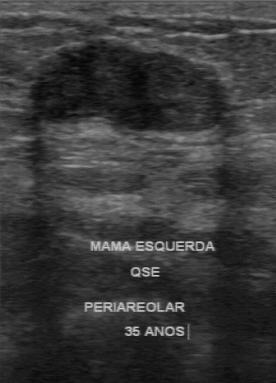
Breast ultrasound scan.
Lesion: benign on biopsy or follow-up. (BI-RADS category 2.)